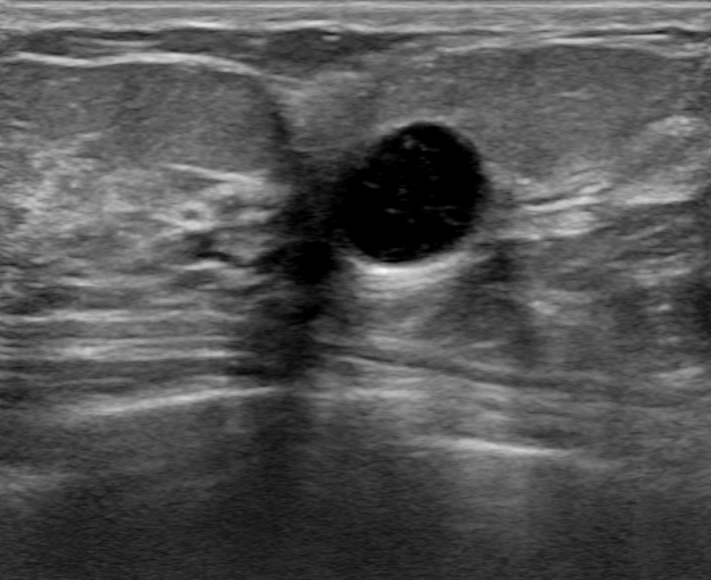
Modality: breast ultrasound.
This breast ultrasound shows a lesion, benign on biopsy or follow-up. BI-RADS 2.